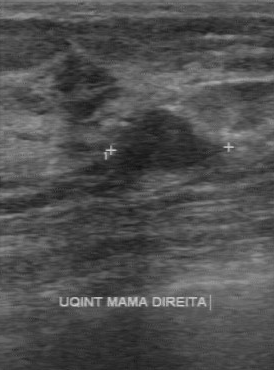
Breast ultrasound image.
FINDINGS: Breast ultrasound image. Calcifications: absent. Internal echoes: hypoechoic. Outcome on biopsy or follow-up: benign. Margin: regular. Lesion boundary: clear.
OUTCOME ON BIOPSY OR FOLLOW-UP: benign.